Breast ultrasound scan.
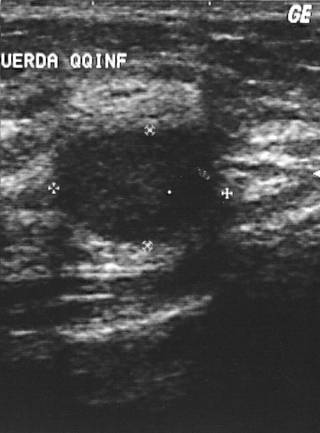
BI-RADS assessment: 2. Biopsy showed fibroadenoma, a benign finding.